Imaging: breast US.
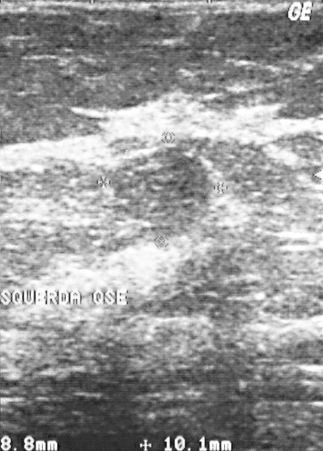
This breast US shows a mass. It was assessed as BI-RADS 2. Histopathology: fibroadenoma (benign).